Scanner: GE Logiq 5 @10-12MHz. Breast ultrasound.
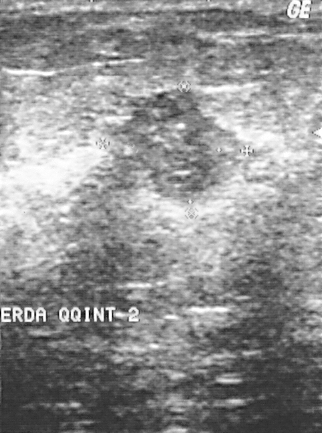
BI-RADS: 4. Biopsy or follow-up result: malignant.